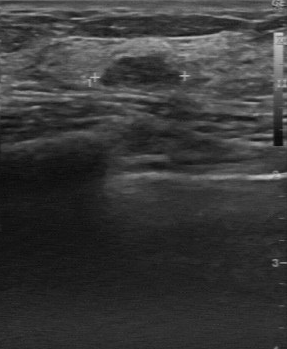
Imaging: B-mode breast ultrasound. Acquired on GE Logiq 7 @10-14MHz.
FINDINGS: Pathology: fibroadenoma. BI-RADS assessment: 3.
OUTCOME ON BIOPSY OR FOLLOW-UP: benign.